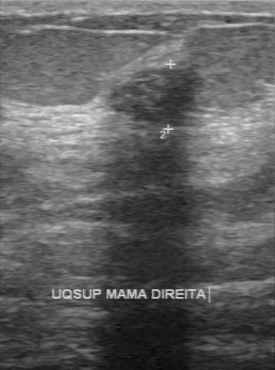
Imaging: breast US. Scanner: GE Logiq 7 @10-14MHz.
The breast lesion demonstrates clear boundary, confirmed outcome (biopsy or follow-up): benign, hypoechoic echo pattern, calcifications: none, regular lesion margin.